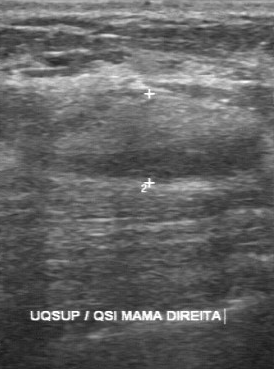
Modality: breast ultrasound image. Scanner: GE Logiq 7 @10-14MHz.
The finding was categorized BI-RADS 3 in the original read. On a second, independent read, a finding with a regular margin and a fairly clear boundary is seen; it is heterogeneous. Calcifications: none. Biopsy showed hamartoma, a benign finding.